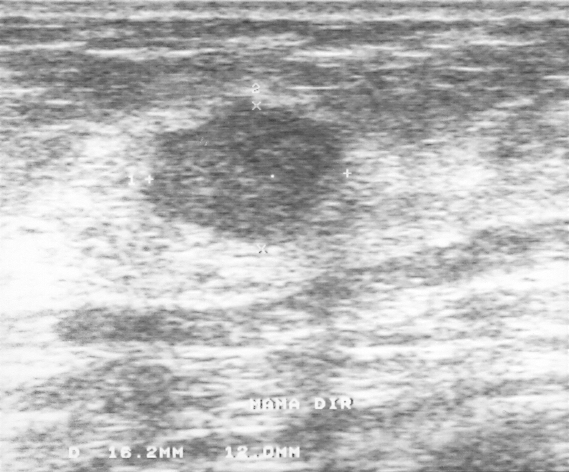
Breast US.
Pixel coordinates (x1, y1, x2, y2): Lesion region of interest: 143 103 342 238. The finding is benign on biopsy or follow-up.